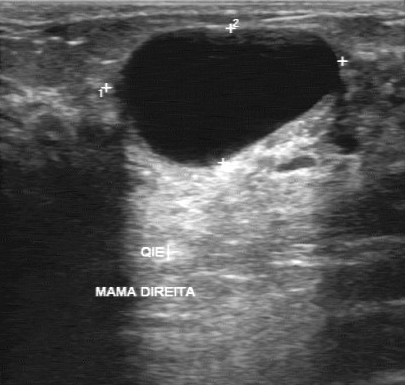
Modality: breast ultrasound scan. Acquired on GE Logiq 7 @10-14MHz.
The lesion is benign on biopsy or follow-up. (BI-RADS category 2.)